Imaging: breast US.
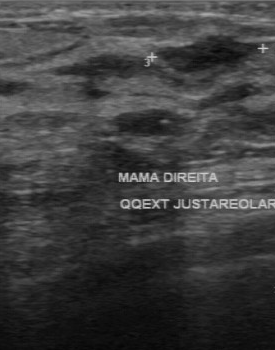
The lesion was categorized BI-RADS 3 in the original read. On a second, independent read, a lesion with a partially regular margin and a clear boundary is seen; it is slightly hypoechoic. There are no calcifications. Histopathology: sclerosing adenosis (benign).